Modality: breast US.
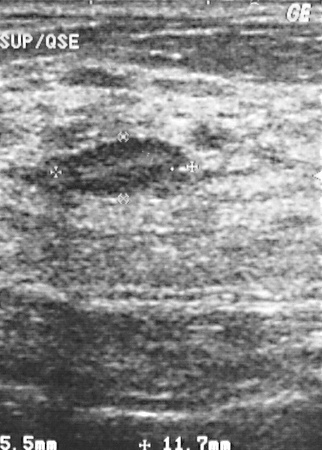
This breast US shows a breast lesion. Assessment: BI-RADS 2. Pathology confirmed benign cyst.